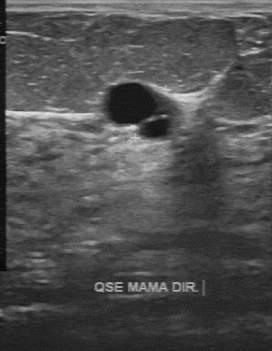
Modality: B-mode breast ultrasound.
The mass was assessed as BI-RADS 2 by the original reader. Findings on the second read (an independent reader): an anechoic mass, margin partially regular, boundary clear. Histopathology: sclerosing adenosis (benign).